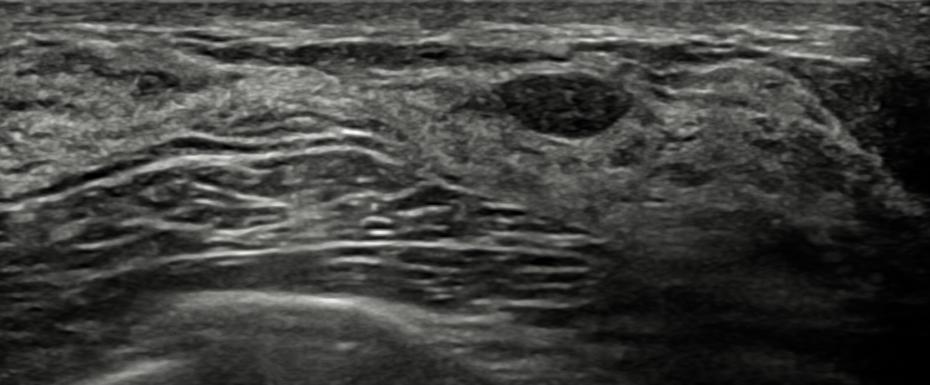
48-year-old patient. Modality: breast US.
This breast US shows a lesion, benign on biopsy or follow-up.